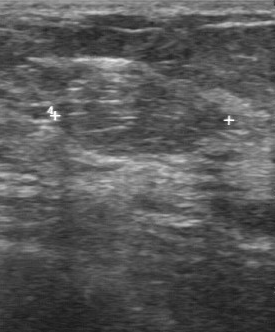
Scanner: GE Logiq 7 @10-14MHz. Breast ultrasound.
Biopsy or follow-up result: benign.